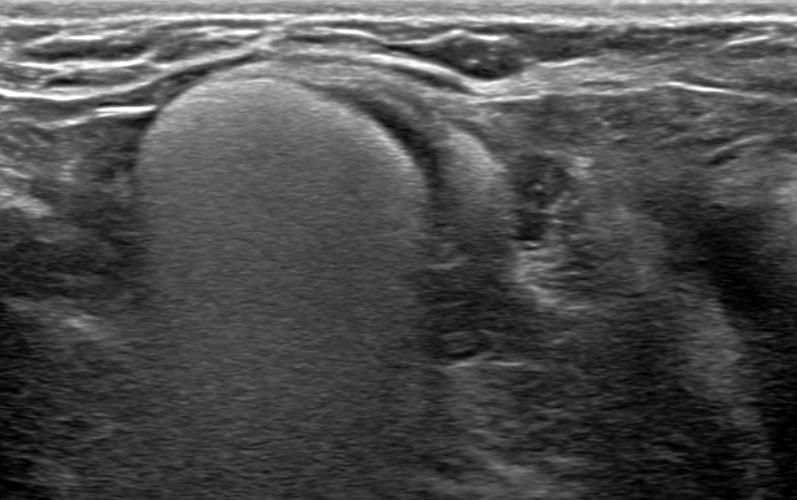
Modality: breast ultrasound.
The mass appears round.
The margin is circumscribed.
Its echo pattern is hyperechoic.
Posterior features: enhancement.
Echogenic halo: absent.
There are no calcifications.
No skin thickening is seen.
Radiologic interpretation: Implant rupture; Silicone implant.
Outcome on biopsy or follow-up: benign.
The mass is assessed as BI-RADS 2.